Imaging: breast US. Background tissue composition: homogeneous: fibroglandular.
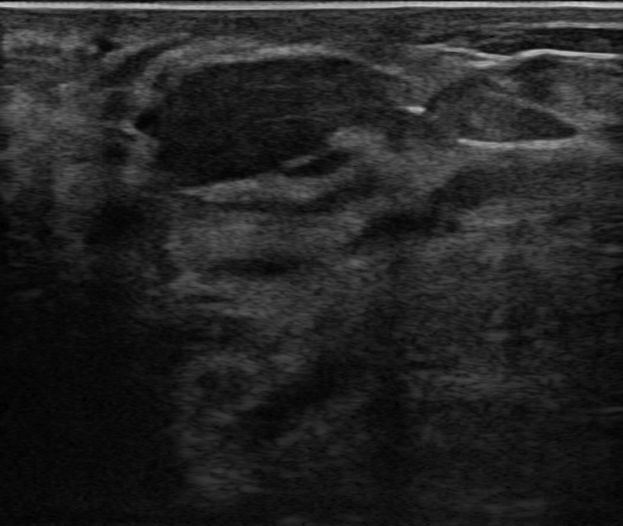
- BI-RADS: 4A
- histopathology: Pseudoangiomatous stromal hyperplasia (PASH)
- shape: oval
- outcome on biopsy or follow-up: benign
- posterior acoustic features: none
- borders: circumscribed
- echogenic halo: none
- echotexture: hypoechoic
- skin thickening: none
- calcifications: none